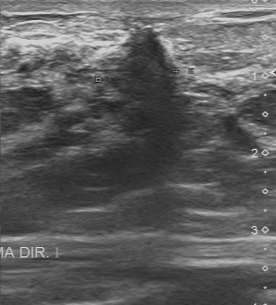
Modality: B-mode breast ultrasound.
There are no calcifications. The BI-RADS (second read) is 4B. Lesion margin: irregular.